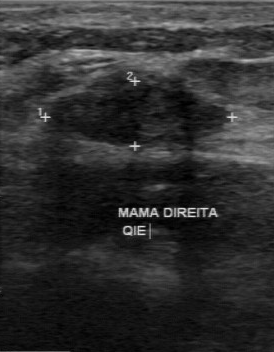
Scanner: GE Logiq 7 @10-14MHz. Imaging: breast ultrasound.
BI-RADS 3 in the original read; on a second read the margin is regular, the boundary clear and the mass hypoechoic. Calcifications: none. Histopathology: fibroadenoma (benign).